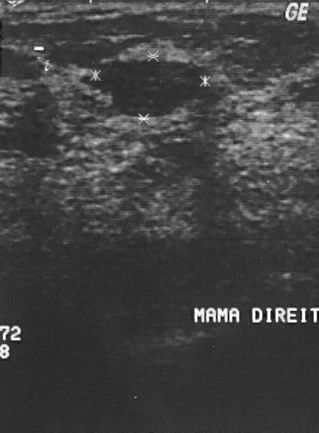
Scanner: GE Logiq 5 @10-12MHz. Imaging: breast ultrasound.
A lesion is present on this breast ultrasound. It was assessed as BI-RADS 2. Histopathology: fibroadenoma (benign).